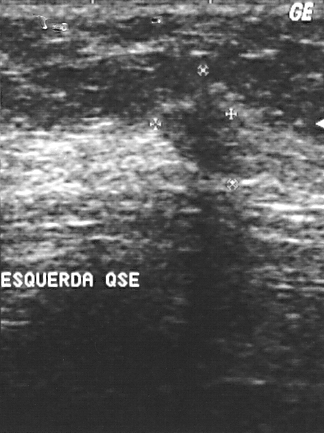
Breast sonogram. Acquired on GE Logiq 5 @10-12MHz.
The biopsy result was invasive ductal carcinoma; the breast lesion is malignant.
The breast lesion is assessed as BI-RADS 4.